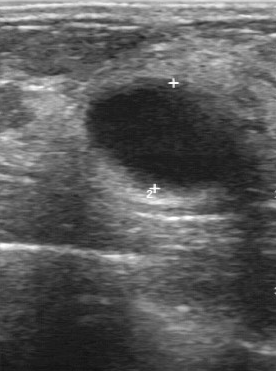
Breast ultrasound image.
No calcifications are seen. The echo pattern is hypoechoic. The lesion margin is regular. The lesion boundary is clear.